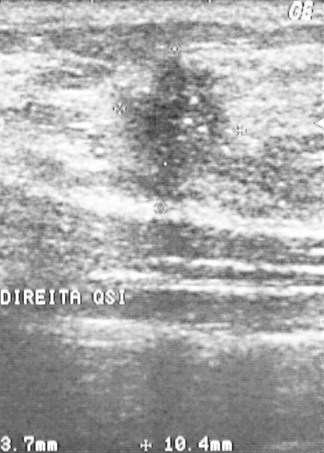
Breast US.
This breast US shows a mass. BI-RADS category 5. Histopathology: invasive ductal carcinoma (malignant).